Modality: breast ultrasound.
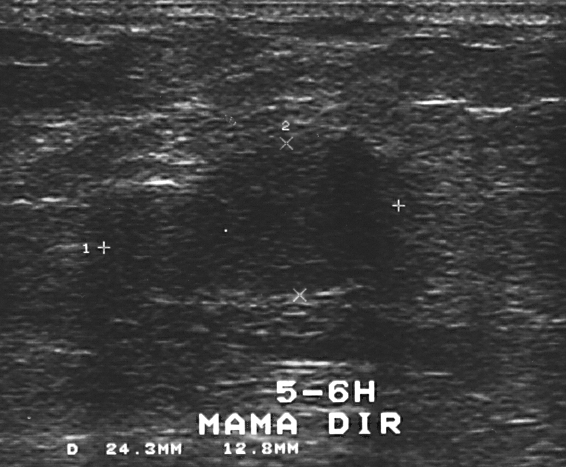
Mass: benign on biopsy or follow-up.